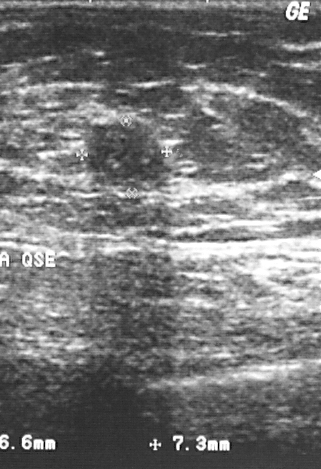
Modality: B-mode breast ultrasound.
Lesion characteristics:
- BI-RADS: 2
- confirmed outcome (biopsy or follow-up): benign